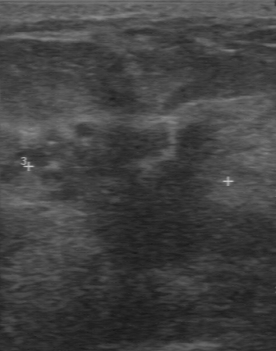
Imaging: breast US. Acquired on GE Logiq 7 @10-14MHz.
Breast lesion: malignant on biopsy or follow-up. (BI-RADS category 5.)